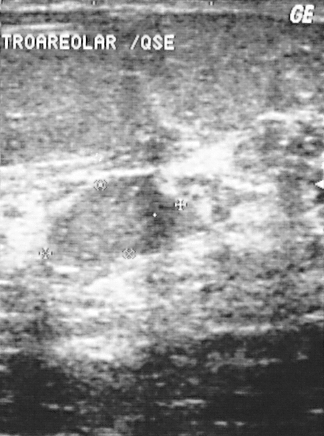
Modality: B-mode breast ultrasound.
Coordinates are pixels in the 324x436 image. Lesion bounding box: (48,177)-(176,263). The lesion is malignant on biopsy or follow-up.